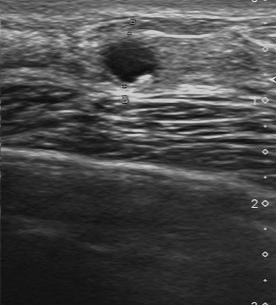
Breast ultrasound image. Scanner: Toshiba Aplio 300 @12-14 MHz.
The original reader assigned BI-RADS 4. A second reader, independent of the original assessment, describes a hypoechoic breast lesion with a regular margin; the boundary is clear. Calcification is suspected. Pathology confirmed benign apocrine metaplasia.